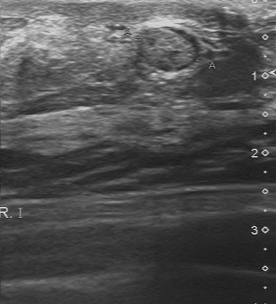
Breast ultrasound scan.
Finding: breast lesion, benign on biopsy or follow-up. BI-RADS 3.